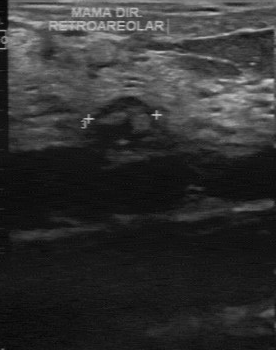
Modality: breast sonogram.
The original reader assigned BI-RADS 4. Descriptors from an independent second read (not the reader who assigned the category): The lesion boundary is clear. The finding is heterogeneous. There are no calcifications. The finding has a regular margin. The biopsy result was fibroadenoma; the finding is benign.